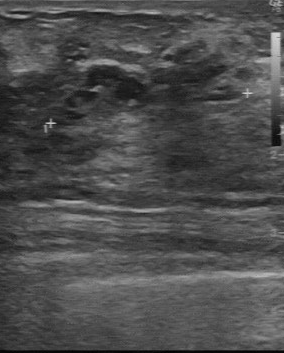
Breast sonogram.
Original-read BI-RADS category: 3. A second reader, independent of the original assessment, describes a mixed cystic and solid mass with an irregular margin; the boundary is unclear. No calcifications are seen. Biopsy showed hyperplasia, a benign finding.